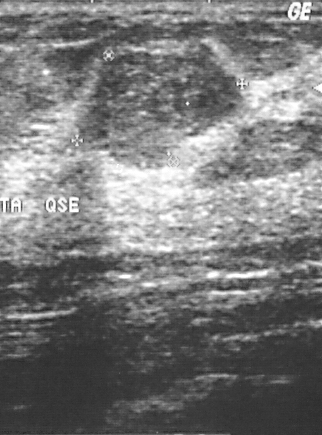
Imaging: breast US. Scanner: GE Logiq 5 @10-12MHz.
This breast US shows a mass. Assessment: BI-RADS 3. Pathology confirmed benign fibroadenoma.